Breast sonogram.
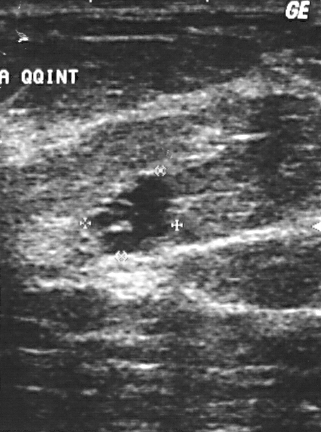
Breast lesion: benign on biopsy or follow-up.